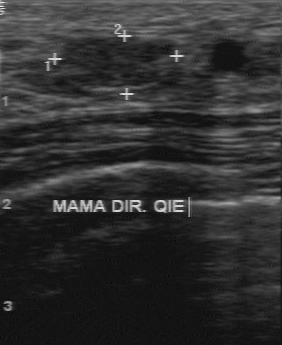
Imaging: breast ultrasound image.
FINDINGS: Breast ultrasound image. BI-RADS: 3.
OUTCOME ON BIOPSY OR FOLLOW-UP: benign.